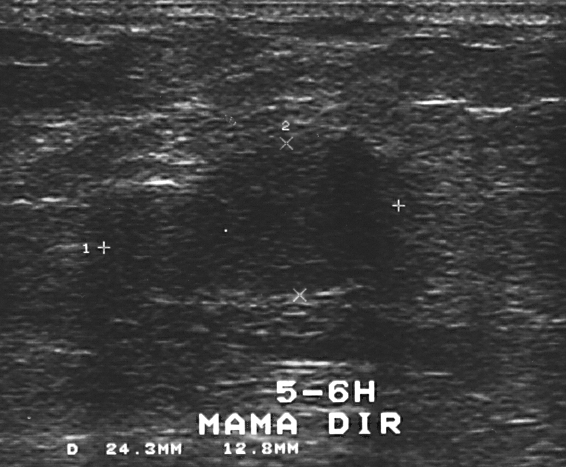
Breast US.
A breast lesion is seen. BI-RADS category 3. Pathology confirmed benign fibroadenoma.